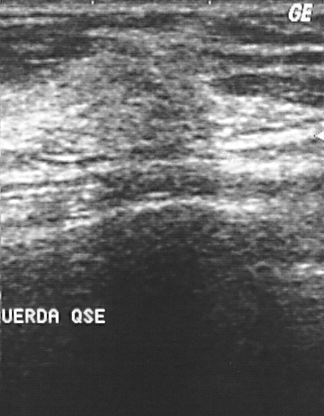
Breast US.
Breast US findings:
- BI-RADS assessment: 4